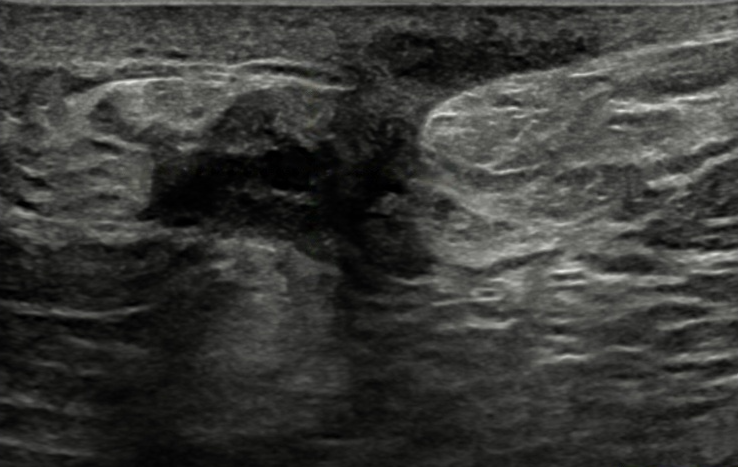
Modality: breast ultrasound image. Background echotexture is heterogeneous: predominantly fibroglandular.
Coordinates are pixels in the 738x467 image. The mass is located within the bounding box (146, 12) to (587, 314). BI-RADS 4B.